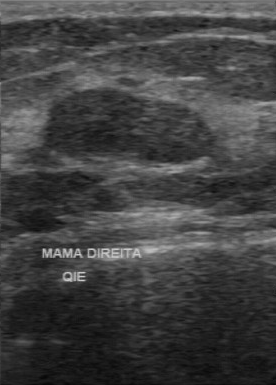
Modality: breast sonogram. Acquired on GE Logiq 7 @10-14MHz.
This breast sonogram shows a lesion with regular contour, calcifications: none, clear lesion boundary, hypoechoic echo pattern.